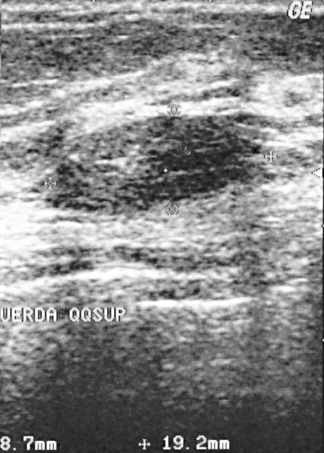
Scanner: GE Logiq 5 @10-12MHz. Imaging: breast ultrasound.
Biopsy result is fibroadenoma. BI-RADS assessment is 2.